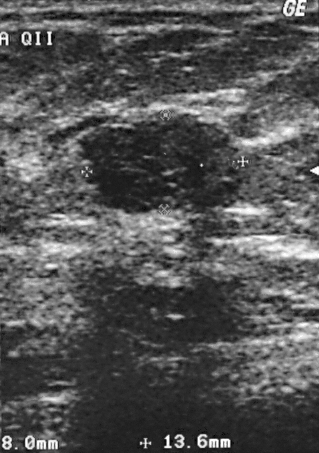
Breast ultrasound image.
Pixel coordinates (x1, y1, x2, y2): Segment the finding: bounding box [79, 112, 240, 213]. The finding is benign on biopsy or follow-up.